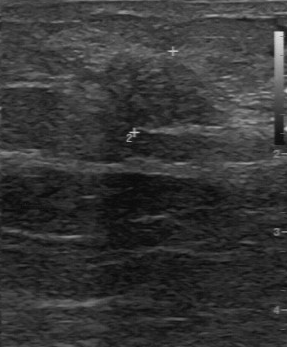
Imaging: breast US.
Lesion characteristics:
- internal echoes: slightly hypoechoic
- BI-RADS on independent re-read: 4A
- contour: partially regular
- lesion boundary: somewhat unclear